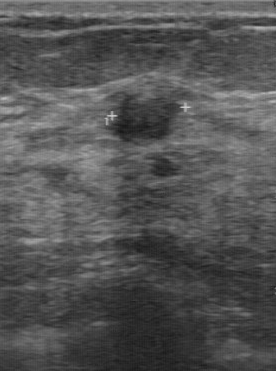
Modality: breast ultrasound scan. Acquired on GE Logiq 7 @10-14MHz.
The original reader assigned BI-RADS 4. A second, independent read describes the lesion as follows. The lesion has a regular margin. The lesion boundary is clear. Echo pattern: hypoechoic. No calcifications are seen. Histopathology: fibrocystic changes (benign).